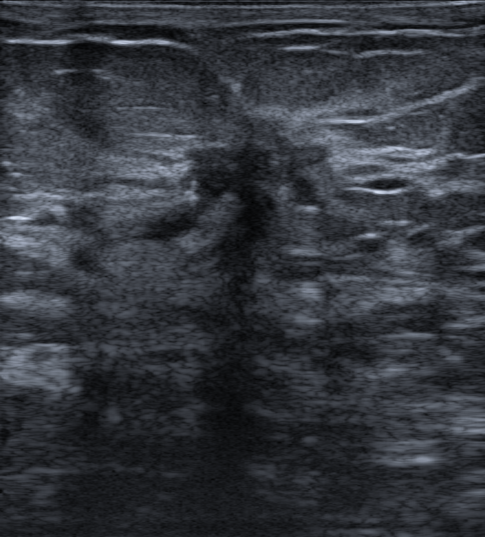
Modality: breast US. Patient age: 62.
Coordinates are pixels in the 485x537 image. The finding is located within the bounding box (180, 113) to (335, 309). BI-RADS 5.